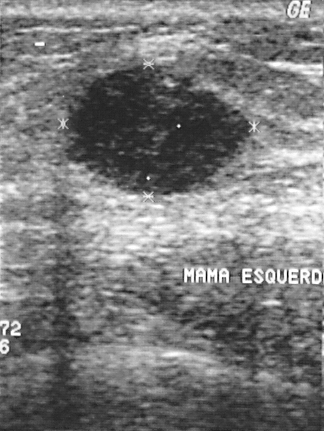
Breast ultrasound.
BI-RADS category 2. Biopsy or follow-up result: malignant. The biopsy result was invasive ductal carcinoma.